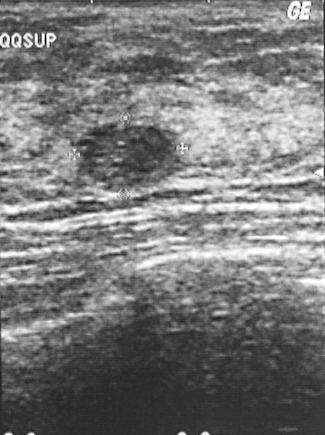
Imaging: breast sonogram. Acquired on GE Logiq 5 @10-12MHz.
The mass is benign on biopsy or follow-up.